Breast ultrasound image.
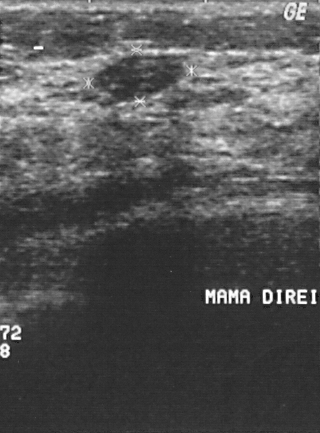
Biopsy or follow-up result: benign. (BI-RADS category 2.)